Modality: breast ultrasound scan.
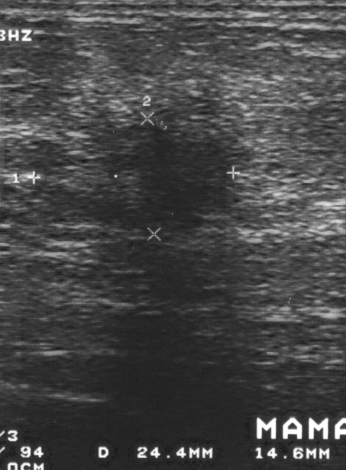
(coordinates in a 346x470 pixel frame) The mass occupies approximately 24 118 249 237. The mass is malignant on biopsy or follow-up. BI-RADS 4.